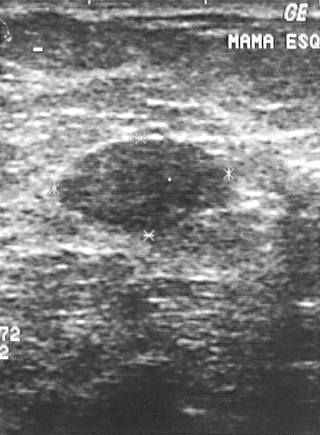
Imaging: breast sonogram. Scanner: GE Logiq 5 @10-12MHz.
FINDINGS: Breast sonogram. Biopsy result: fibroadenoma. Outcome on biopsy or follow-up: benign. BI-RADS category: 3.
OUTCOME ON BIOPSY OR FOLLOW-UP: benign.